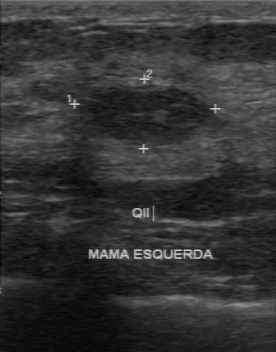
Breast ultrasound scan.
Breast lesion: benign on biopsy or follow-up.